Modality: breast US.
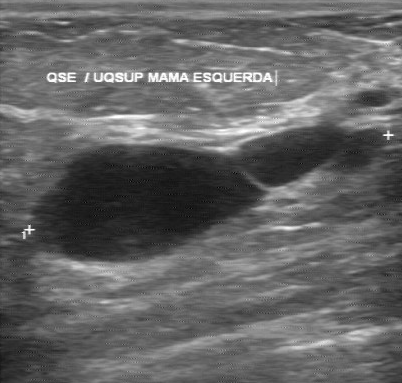
The echogenicity is anechoic. Boundary is clear. Contour is regular. Calcifications are absent.